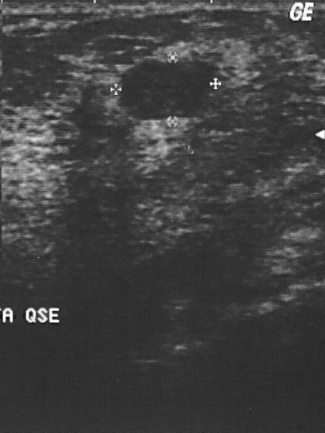
Modality: breast US.
(coordinates in a 325x433 pixel frame) The finding is located within the bounding box x1=120, y1=59, x2=212, y2=118.